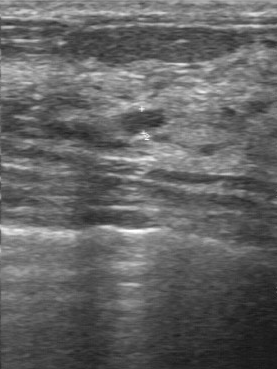
B-mode breast ultrasound. Scanner: GE Logiq 7 @10-14MHz.
Original-read BI-RADS category: 3.
A second, independent read describes the lesion as follows.
The margin is regular.
Internally the lesion is slightly hypoechoic.
Its boundary is clear.
No calcifications are seen.
The biopsy result was ductal carcinoma in situ; the lesion is malignant.